Background tissue composition: homogeneous: fibroglandular. Breast ultrasound scan.
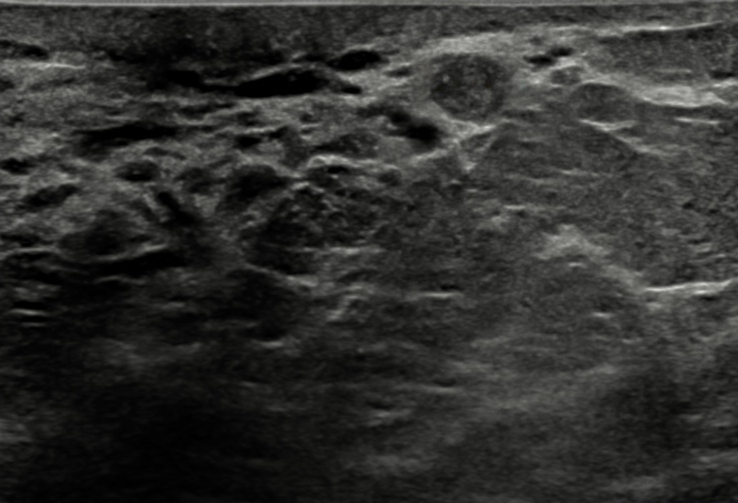
Posterior features: absent. Borders are circumscribed. Confirmed outcome (biopsy or follow-up): benign. There are no calcifications. The BI-RADS category is 4B. Histopathology: Intraductal papilloma. Lesion shape is round. There is no echogenic halo. Skin thickening: none.